Breast sonogram.
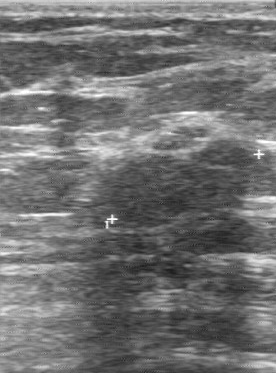
A breast lesion is seen with biopsy result: fibroadenoma, confirmed outcome (biopsy or follow-up): benign, clear lesion boundary, calcifications: absent, regular lesion margin, hypoechoic internal echoes.